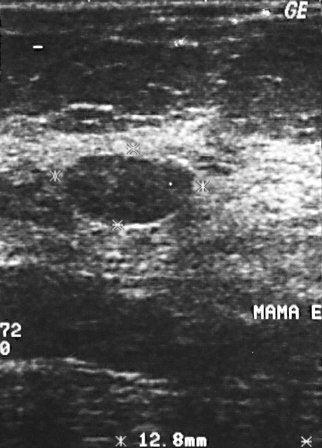
Scanner: GE Logiq 5 @10-12MHz. Imaging: breast ultrasound.
A mass is present on this breast ultrasound. It was assessed as BI-RADS 2. The biopsy result was fibroadenoma; the mass is benign.